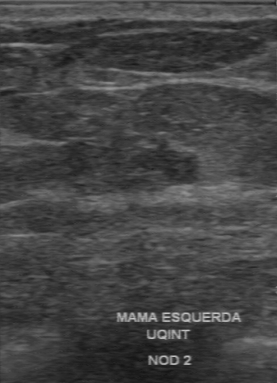
Modality: breast ultrasound scan.
The original reader assigned BI-RADS 3. A second reader, independent of the original assessment, describes a hypoechoic mass with a partially regular margin; the boundary is somewhat unclear. Pathology confirmed malignant invasive ductal carcinoma.